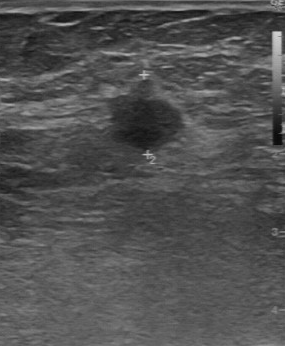
Breast sonogram.
Lesion characteristics:
- biopsy or follow-up result: malignant
- echo pattern: hypoechoic
- boundary: somewhat unclear
- calcifications: absent
- contour: partially regular